Imaging: breast ultrasound image. Acquired on GE Logiq 7 @10-14MHz.
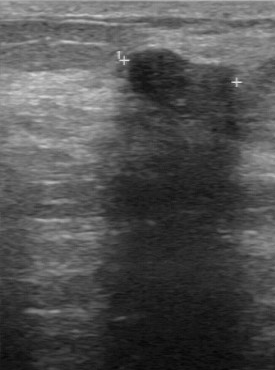
The breast lesion is benign on biopsy or follow-up.